Imaging: breast ultrasound image.
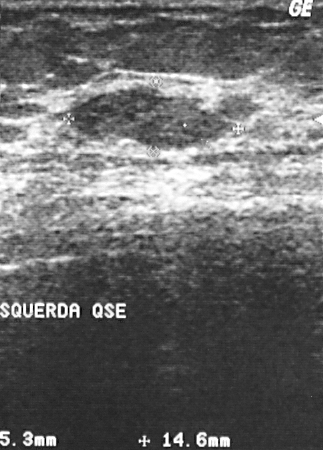
A finding is present on this breast ultrasound image. It was assessed as BI-RADS 2. Pathology confirmed benign fibroadenoma.